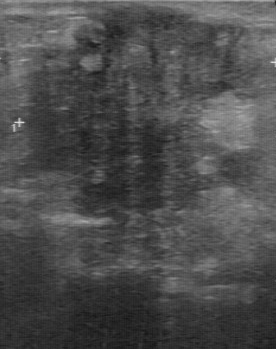
Imaging: breast ultrasound image.
The breast lesion was categorized BI-RADS 4 in the original read. On a second, independent read, a breast lesion with an irregular margin and an unclear boundary is seen; it is heterogeneous. Calcifications: suspected. Pathology confirmed malignant invasive ductal carcinoma.